Imaging: B-mode breast ultrasound.
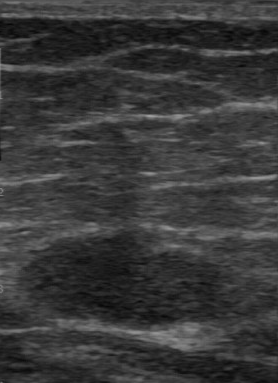
No calcifications are seen. Lesion boundary is clear. The outcome on biopsy or follow-up is benign. The echo pattern is hypoechoic. Margin is regular.